Scanner: GE Logiq 5 @10-12MHz. Imaging: B-mode breast ultrasound.
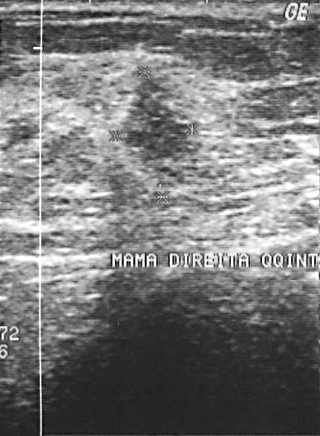
A lesion is present on this B-mode breast ultrasound. It was assessed as BI-RADS 4. The biopsy result was invasive ductal carcinoma; the lesion is malignant.